Modality: breast US. Patient age: 55.
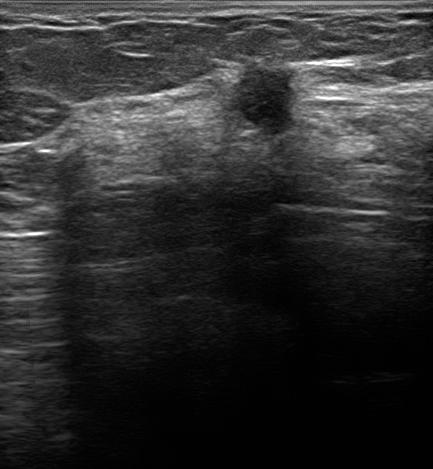
Coordinates are pixels in the 433x469 image. The breast lesion is located within the bounding box (236,64)-(303,143).